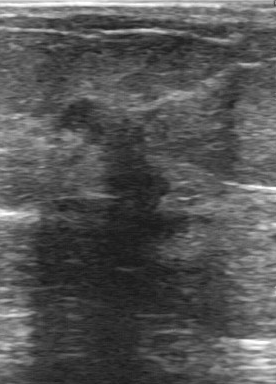
Breast ultrasound scan.
Biopsy or follow-up result: malignant. BI-RADS 5.